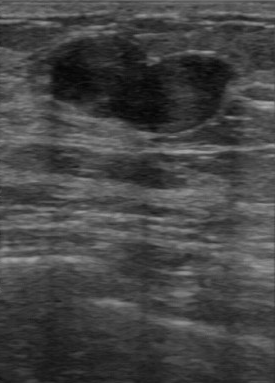
B-mode breast ultrasound.
Pixel coordinates (x1, y1, x2, y2): Lesion region of interest: top-left (49, 35), bottom-right (230, 133).